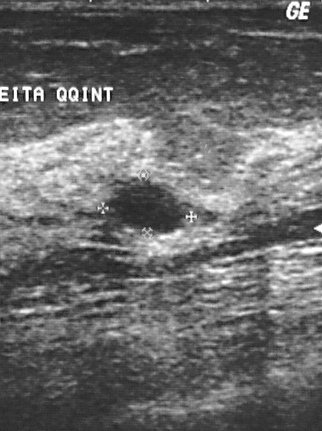
Modality: B-mode breast ultrasound.
A finding is present on this B-mode breast ultrasound. It was assessed as BI-RADS 2. The biopsy result was cyst; the finding is benign.